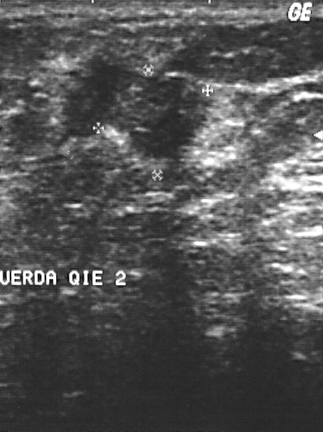
Breast ultrasound scan.
This breast ultrasound scan shows a breast lesion, malignant on biopsy or follow-up. (BI-RADS category 4.)